Acquired on GE Logiq 5 @10-12MHz. Modality: breast sonogram.
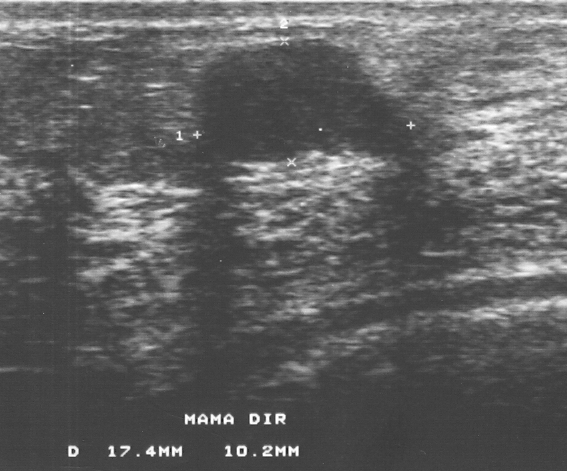
The lesion demonstrates BI-RADS category: 3, outcome on biopsy or follow-up: benign.